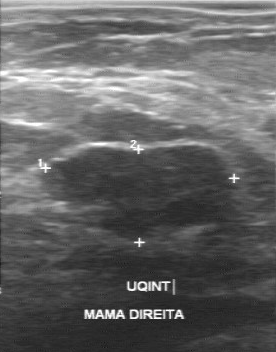
Imaging: breast ultrasound scan.
Outcome on biopsy or follow-up: benign. Pathology is fibroadenoma. BI-RADS is 3.